Imaging: breast ultrasound scan.
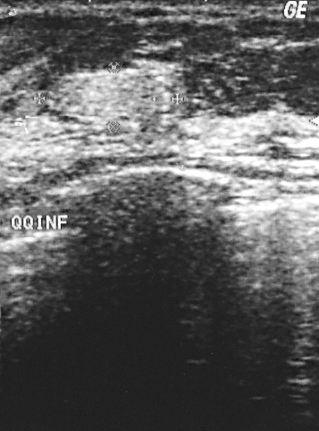
(coordinates in a 319x431 pixel frame) Segment the finding: bounding box x1=42, y1=69, x2=179, y2=129.